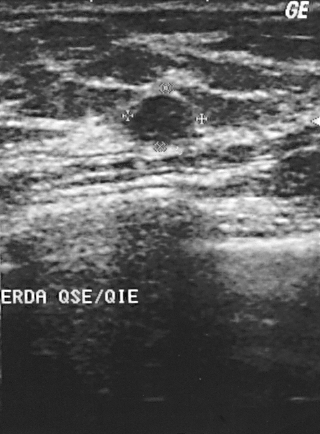
Breast US.
Biopsy showed fibroadenoma, a benign finding. The lesion is assessed as BI-RADS 2.